Acquired on GE Logiq 7 @10-14MHz. Breast US.
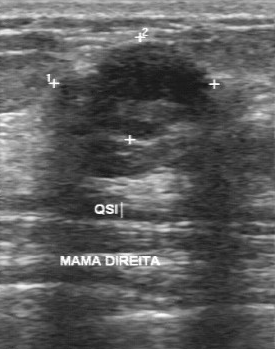
- calcifications: absent
- internal echoes: heterogeneous
- histopathology: fibroadenoma
- lesion margin: partially regular
- lesion boundary: somewhat unclear